Age 32. Breast ultrasound image.
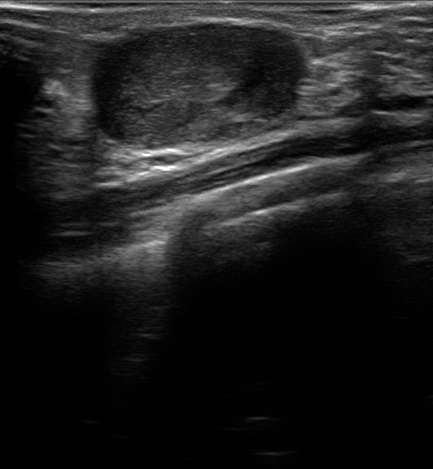
Lesion characteristics:
- verification: confirmed by biopsy
- echogenic halo: none
- calcifications: absent
- skin thickening: absent
- echotexture: hypoechoic
- BI-RADS assessment: 4A
- shape: irregular
- lesion margin: not circumscribed - indistinct
- outcome on biopsy or follow-up: benign